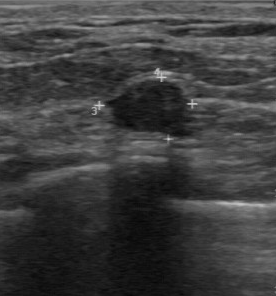
Breast sonogram.
Coordinates are pixels in the 276x296 image. The mass is located within the bounding box (110, 78) to (186, 132). The mass is benign on biopsy or follow-up.